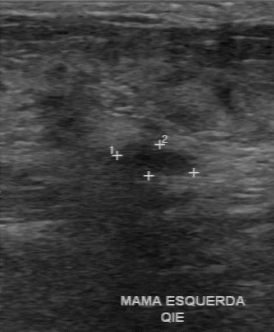
Imaging: breast ultrasound image. Acquired on GE Logiq 7 @10-14MHz.
Original-read BI-RADS category: 3. The following findings are from a second reader, independent of the original assessment. The finding has a regular margin. The lesion boundary is clear. The finding is hypoechoic. There are no calcifications. Biopsy showed fibroadenoma, a benign finding.